Modality: breast ultrasound.
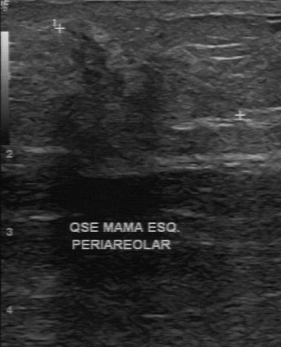
The mass demonstrates calcifications: absent, unclear lesion boundary, irregular margin, outcome on biopsy or follow-up: malignant, BI-RADS on independent re-read: 4B.